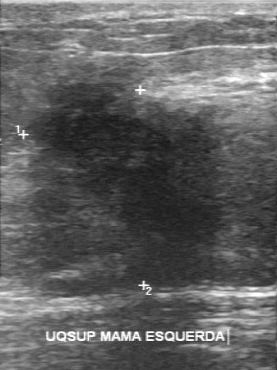
Modality: breast US.
This breast US shows a finding with irregular margin, BI-RADS (first reader): 5, second-reader BI-RADS: 4B, slightly hypoechoic echo pattern, calcifications: absent.